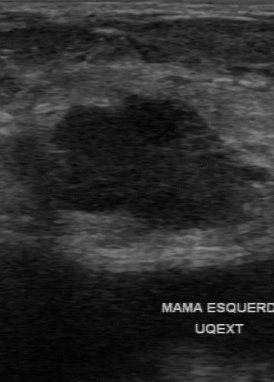
Imaging: breast ultrasound. Acquired on GE Logiq 7 @10-14MHz.
The breast lesion was assessed as BI-RADS 4 by the original reader. The following findings are from a second reader, independent of the original assessment. The margin is partially regular. Its boundary is somewhat unclear. The breast lesion is hypoechoic. There are no calcifications. The biopsy result was invasive ductal carcinoma; the breast lesion is malignant.